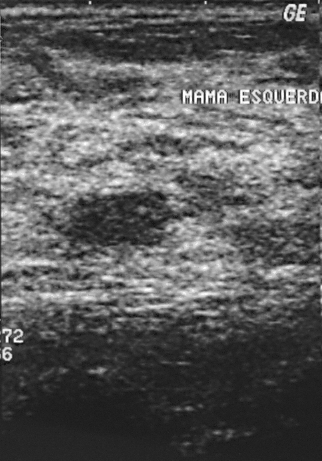
Breast ultrasound image.
Pathology: fibroadenoma. The biopsy or follow-up result is benign. The BI-RADS category is 3.